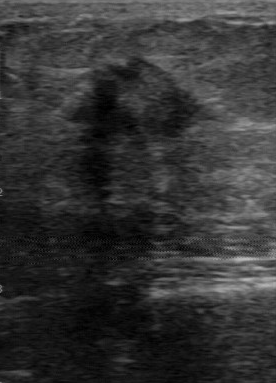
B-mode breast ultrasound.
Original-read BI-RADS category: 4. A second reader, independent of the original assessment, describes a heterogeneous breast lesion with an irregular margin; the boundary is unclear. Histopathology: invasive ductal carcinoma (malignant).